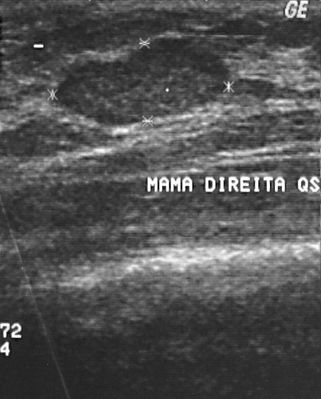
Imaging: breast ultrasound scan.
The lesion demonstrates histopathology: fibroadenoma, BI-RADS category: 2.